57-year-old patient. Modality: breast ultrasound.
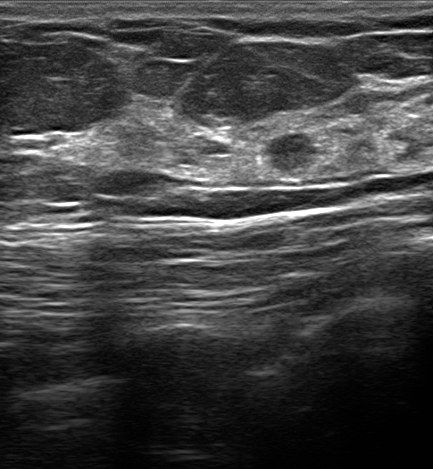
Breast lesion: benign on biopsy or follow-up.